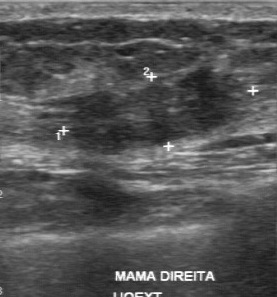
Breast ultrasound image.
Pixel coordinates (x1, y1, x2, y2): The finding is located within the bounding box (74,66)-(246,154). The finding is benign on biopsy or follow-up.